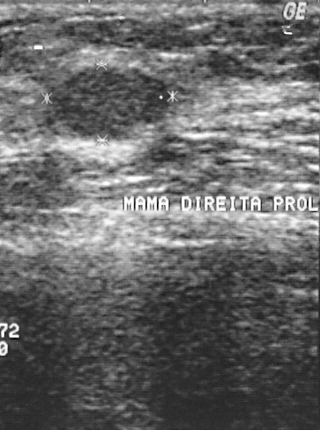
Imaging: breast sonogram.
Confirmed outcome (biopsy or follow-up): benign. BI-RADS category is 2.